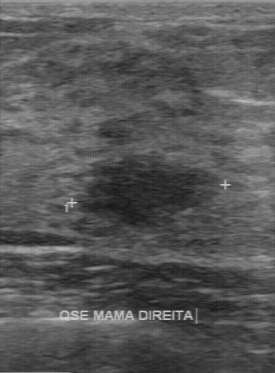
Modality: B-mode breast ultrasound.
BI-RADS category is 4. Outcome on biopsy or follow-up: benign.